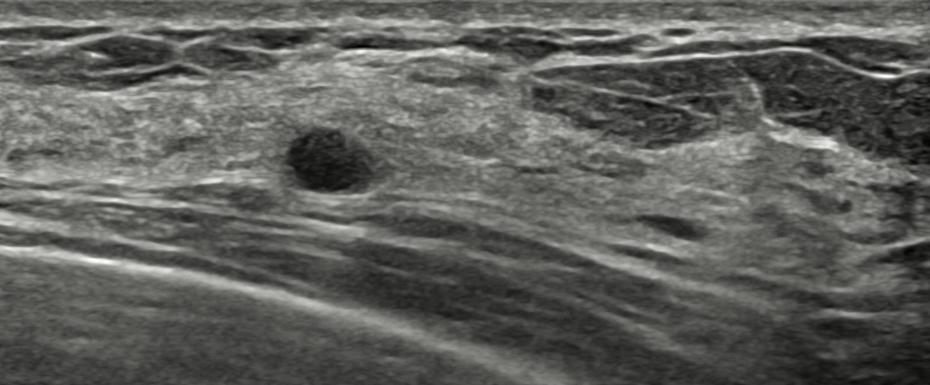
Breast sonogram.
Lesion region of interest: (278,121)-(371,197).